Acquired on GE Logiq 5 @10-12MHz. Modality: breast sonogram.
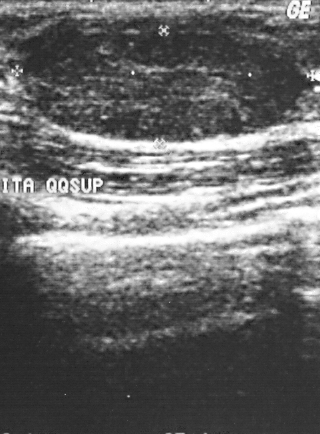
Breast lesion: benign on biopsy or follow-up. BI-RADS 2.